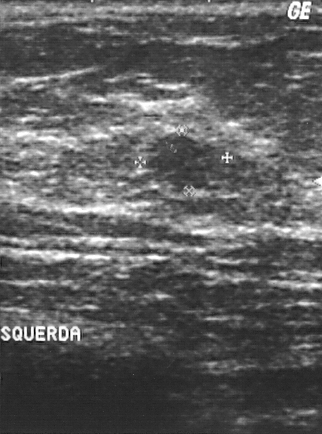
Scanner: GE Logiq 5 @10-12MHz. Modality: breast sonogram.
(coordinates in a 322x434 pixel frame) The breast lesion is located within the bounding box (155, 136) to (206, 189). The breast lesion is benign on biopsy or follow-up.